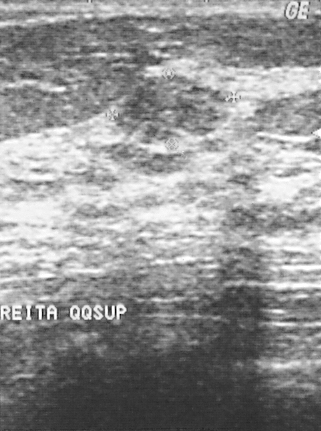
Imaging: breast ultrasound.
Pixel coordinates (x1, y1, x2, y2): Finding bounding box: (117,74)-(231,142). The finding is benign on biopsy or follow-up.